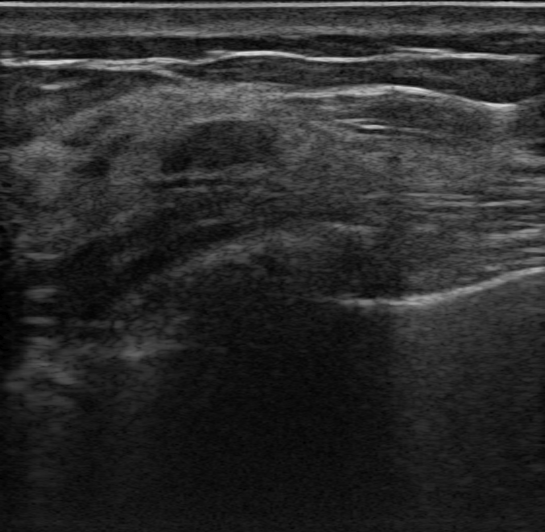
Breast ultrasound image.
There is an oval breast lesion that is hypoechoic, with a circumscribed margin. There are no posterior features. No calcifications are seen. Echogenic halo: absent. BI-RADS 2; benign on biopsy or follow-up. Verification: follow-up care.